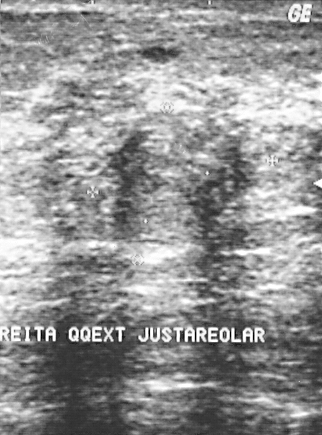
Imaging: breast sonogram.
BI-RADS category: 3. The confirmed outcome (biopsy or follow-up) is benign.